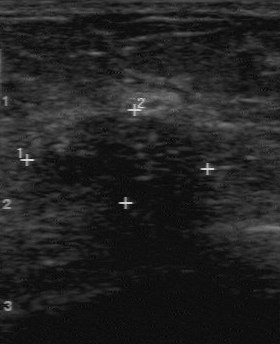
Imaging: breast ultrasound scan.
Original-read BI-RADS category: 4. The following findings are from a second reader, independent of the original assessment. Calcification is suspected. Echo pattern: heterogeneous. Its boundary is unclear. Margin: irregular. The biopsy result was invasive ductal carcinoma; the breast lesion is malignant.